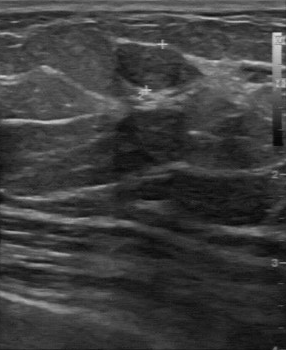
Modality: B-mode breast ultrasound.
Pixel coordinates (x1, y1, x2, y2): Segment the finding: bounding box 112 41 205 90.